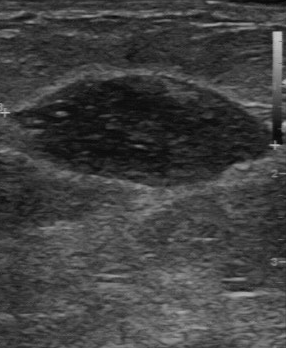
Acquired on GE Logiq 7 @10-14MHz. Imaging: breast US.
Coordinates are pixels in the 286x348 image. Lesion region of interest: x1=17, y1=74, x2=266, y2=188. The lesion is benign on biopsy or follow-up.